Imaging: breast US.
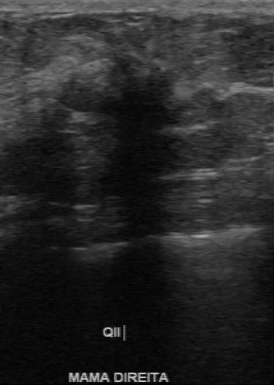
BI-RADS (first reader): 4. Pathology is invasive ductal carcinoma. No calcifications are seen. The BI-RADS on independent re-read is 4B. The lesion boundary is unclear. Internal echoes: hypoechoic. Contour: irregular.